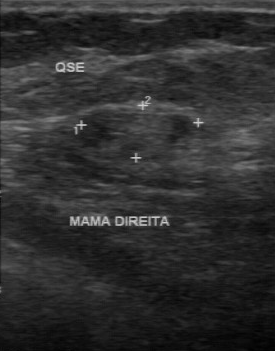
Modality: breast ultrasound.
Pixel coordinates (x1, y1, x2, y2): The lesion occupies approximately (77, 110) to (195, 161).